Imaging: breast US.
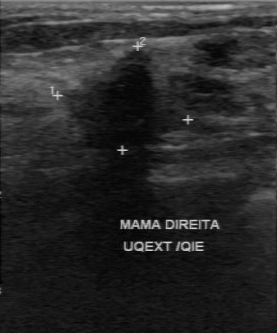
A lesion is seen with somewhat unclear boundary, calcifications: none, irregular contour, hypoechoic echo pattern.